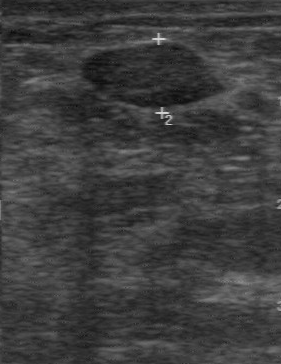
Breast ultrasound.
Outcome on biopsy or follow-up: benign. BI-RADS category: 2.
OUTCOME ON BIOPSY OR FOLLOW-UP: benign.